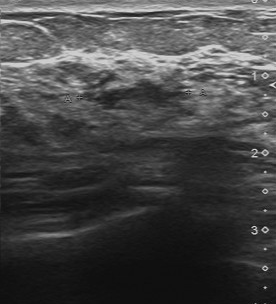
Modality: breast ultrasound image. Acquired on Toshiba Aplio 300 @12-14 MHz.
The second-reader BI-RADS is 4A. Original BI-RADS is 4. Outcome on biopsy or follow-up is benign.